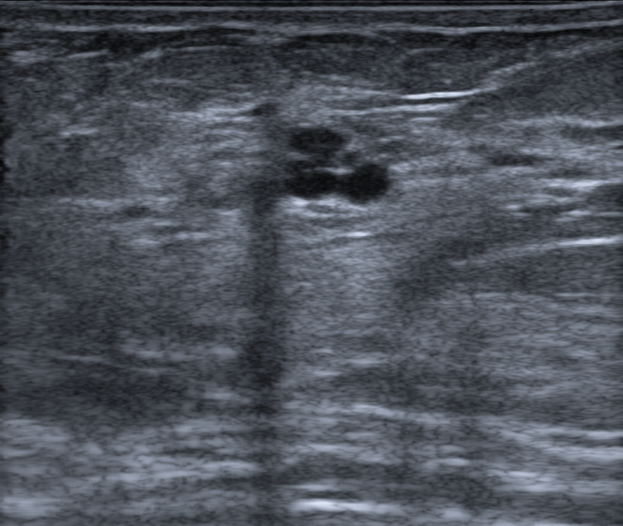
Modality: breast ultrasound image.
The verification is confirmed by follow-up care. There are no calcifications. The posterior acoustic features are absent. The echogenicity is anechoic. The BI-RADS is 3. Echogenic halo: none. Lesion margin is circumscribed. Skin thickening: none. Outcome on biopsy or follow-up: benign. Shape: oval.